Modality: breast ultrasound.
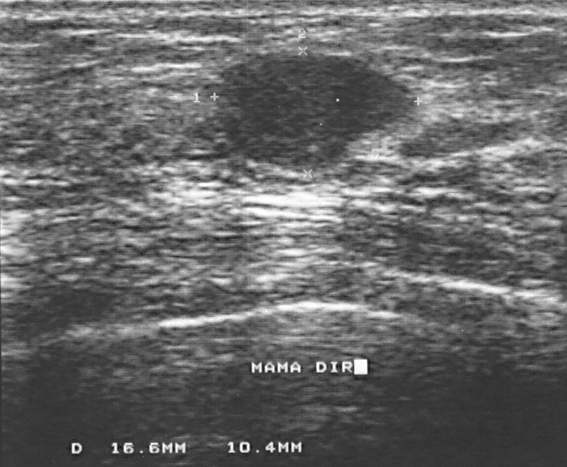
A finding is present on this breast ultrasound. It was assessed as BI-RADS 2. The biopsy result was fibroadenoma; the finding is benign.